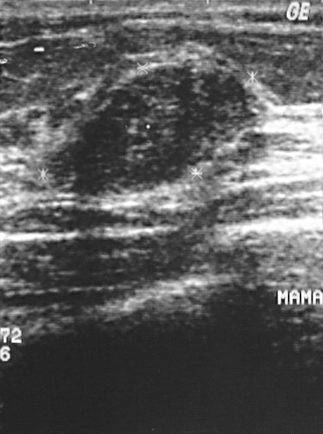
Breast ultrasound scan.
A finding is present on this breast ultrasound scan. BI-RADS category 2. Biopsy showed fibroadenoma, a benign finding.